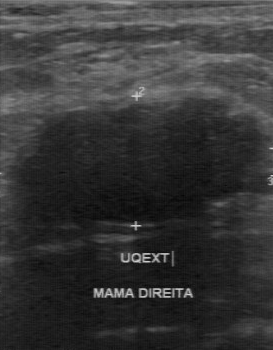
Modality: breast US.
This breast US shows a lesion, benign on biopsy or follow-up. BI-RADS 4.